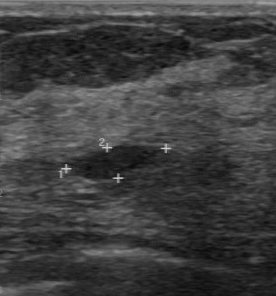
Breast sonogram.
BI-RADS 3 in the original read; on a second read the margin is regular, the boundary clear and the breast lesion hypoechoic. There are no calcifications. The biopsy result was hyperplasia; the breast lesion is benign.